Scanner: GE Logiq 7 @10-14MHz. Modality: breast ultrasound.
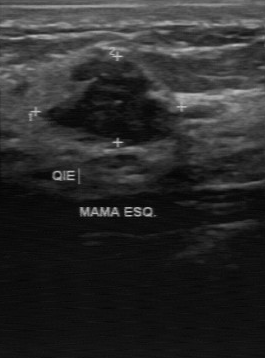
The finding was categorized BI-RADS 3 in the original read. On a second, independent read, a finding with an irregular margin and an unclear boundary is seen; it is hypoechoic. Calcifications: none. The biopsy result was fibroadenoma; the finding is benign.